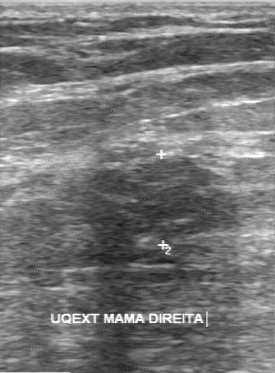
Modality: breast ultrasound.
Coordinates are pixels in the 275x373 image. Finding bounding box: (88,159)-(223,254). BI-RADS 4.